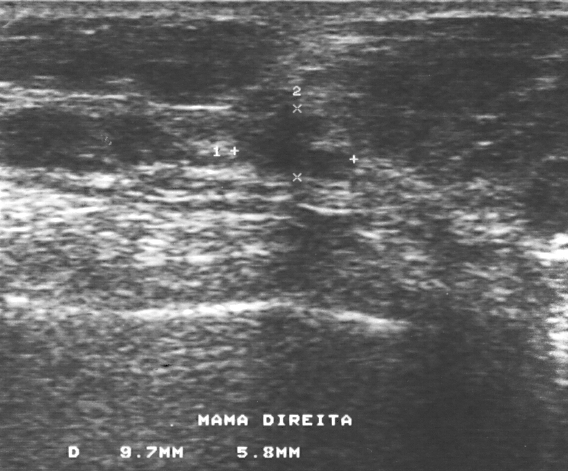
Imaging: breast ultrasound image.
The biopsy result was invasive ductal carcinoma; the lesion is malignant. Assigned BI-RADS 4. Outcome on biopsy or follow-up: malignant.